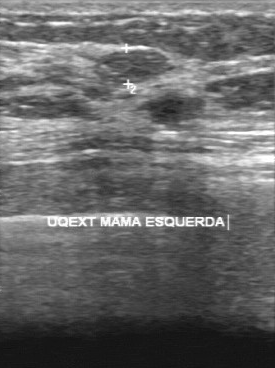
Scanner: GE Logiq 7 @10-14MHz. Modality: breast ultrasound scan.
This breast ultrasound scan shows a finding, benign on biopsy or follow-up.